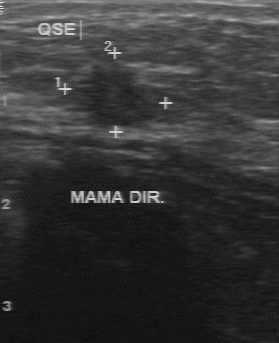
Imaging: breast ultrasound scan.
BI-RADS 4 in the original read; on a second read the margin is partially regular, the boundary somewhat unclear and the lesion hypoechoic. Biopsy showed invasive ductal carcinoma, a malignant finding.